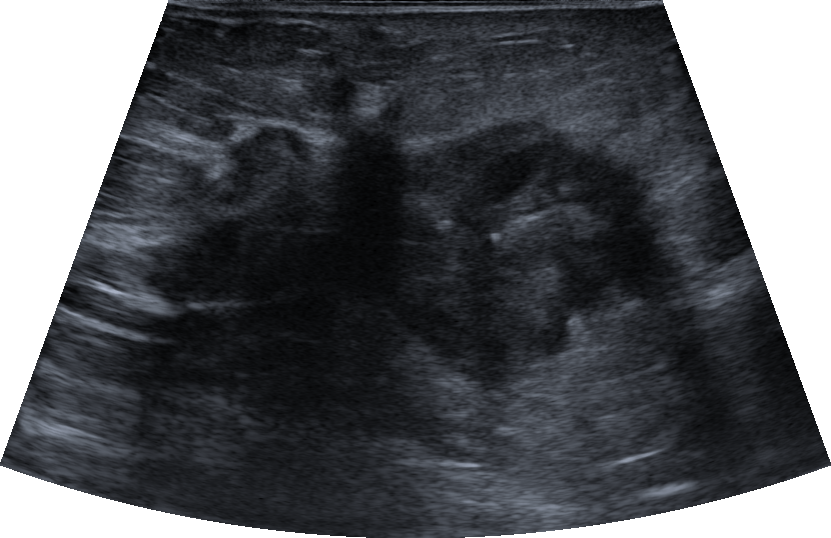
Imaging: breast ultrasound. Age 63.
(coordinates in a 831x538 pixel frame) The lesion occupies approximately top-left (111, 79), bottom-right (684, 458). The lesion is malignant on biopsy or follow-up. BI-RADS 5.